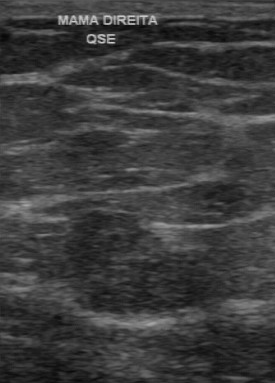
Acquired on GE Logiq 7 @10-14MHz. Modality: breast ultrasound image.
The original reader assigned BI-RADS 3. Findings on the second read (an independent reader): a hypoechoic mass, margin regular, boundary clear. The biopsy result was fibroadenoma; the mass is benign.